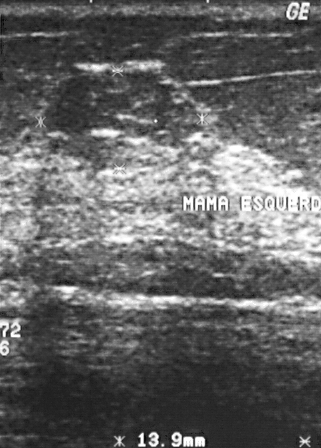
Breast ultrasound.
(coordinates in a 321x448 pixel frame) The breast lesion is located within the bounding box x1=50, y1=72, x2=174, y2=132. The breast lesion is benign on biopsy or follow-up. BI-RADS 3.